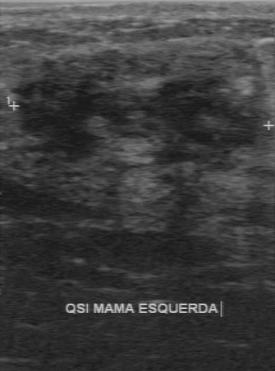
Breast ultrasound.
The lesion boundary is somewhat unclear. No calcifications are seen. Internal echoes: hypoechoic. The margin is regular. BI-RADS (second read) is 3.